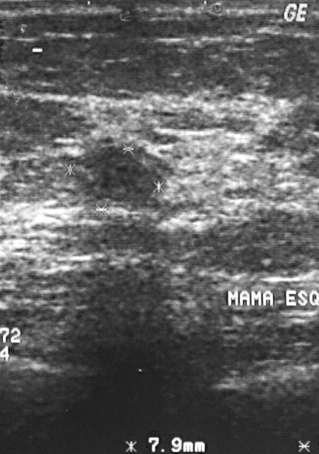
Imaging: breast US.
Pixel coordinates (x1, y1, x2, y2): The breast lesion occupies approximately (75, 145) to (168, 202). The breast lesion is benign on biopsy or follow-up. BI-RADS 2.